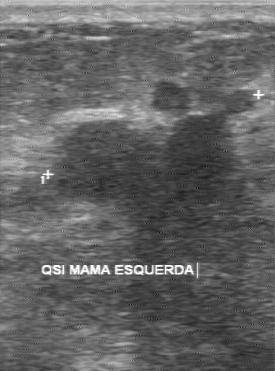
Imaging: breast ultrasound.
The finding is malignant on biopsy or follow-up. (BI-RADS category 4.)